Modality: breast ultrasound.
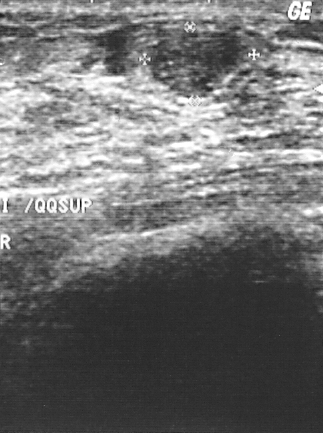
The breast lesion occupies approximately x1=151, y1=30, x2=240, y2=97.